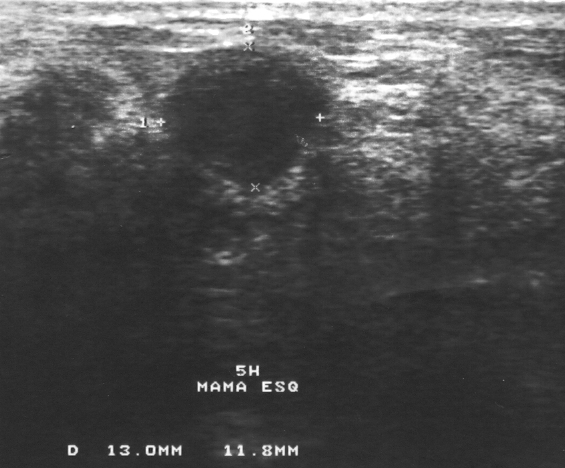
Imaging: breast ultrasound scan.
A finding is seen. Assessment: BI-RADS 3. Histopathology: fibroadenoma (benign).